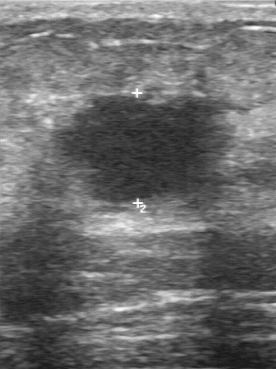
Modality: breast ultrasound image.
Original-read BI-RADS category: 5. A second reader, independent of the original assessment, describes a hypoechoic breast lesion with an irregular margin; the boundary is unclear. Histopathology: invasive ductal carcinoma (malignant).